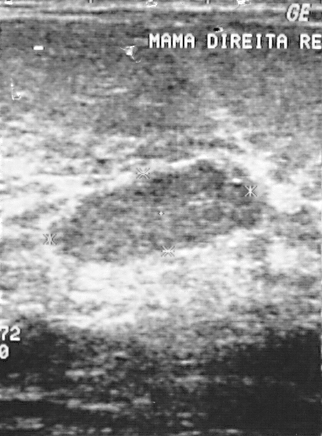
Modality: breast ultrasound image.
This breast ultrasound image shows a finding. Assessment: BI-RADS 2. Biopsy showed invasive ductal carcinoma, a malignant finding.